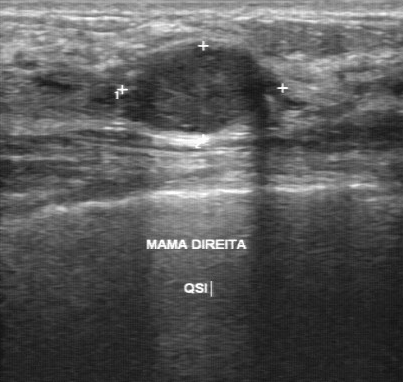
Imaging: breast ultrasound image. Acquired on GE Logiq 7 @10-14MHz.
- boundary: clear
- confirmed outcome (biopsy or follow-up): benign
- contour: regular
- calcifications: none
- internal echoes: slightly hypoechoic